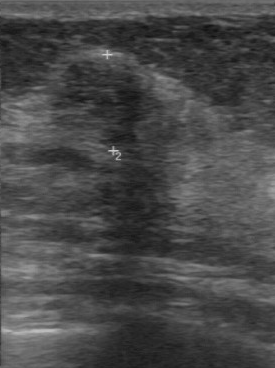
Modality: breast sonogram.
The breast lesion demonstrates calcifications: none, hypoechoic internal echoes, regular margin, clear boundary.